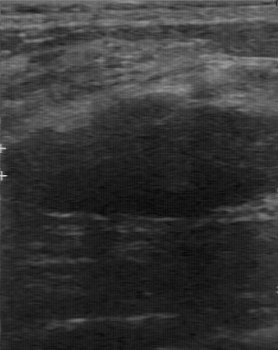
Imaging: breast sonogram.
The original reader assigned BI-RADS 4.
A second, independent read describes the mass as follows.
The mass has a regular margin.
Its boundary is clear.
Echo pattern: hypoechoic.
Calcifications: none.
The biopsy result was fibroadenoma; the mass is benign.